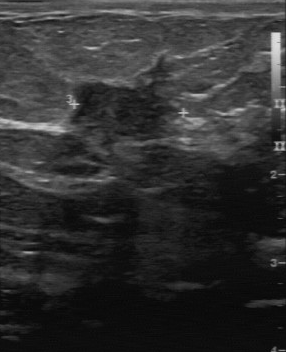
Imaging: breast ultrasound image.
- calcifications: none
- internal echoes: hypoechoic
- outcome on biopsy or follow-up: malignant
- boundary: unclear
- margin: irregular